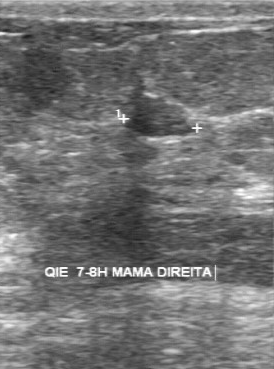
B-mode breast ultrasound.
BI-RADS on independent re-read: 3. Echo pattern: slightly hypoechoic. Calcifications are absent. The lesion margin is partially regular.